Acquired on GE Logiq 7 @10-14MHz. Breast ultrasound image.
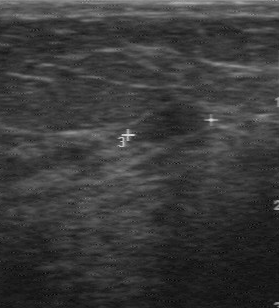
Breast ultrasound image findings:
- histopathology: fibroadenoma
- BI-RADS: 2